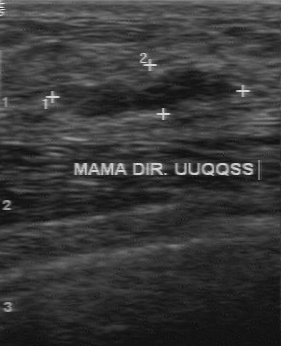
Imaging: breast US.
Original-read BI-RADS category: 3.
Descriptors from an independent second read (not the reader who assigned the category):
The margin is regular.
Boundary: clear.
Echo pattern: hypoechoic.
No calcifications are seen.
Biopsy showed fibroadenoma, a benign finding.